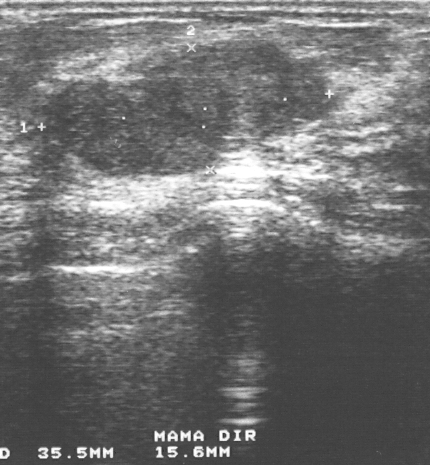
Imaging: breast ultrasound.
Assigned BI-RADS 3. The biopsy result was fibroadenoma; the mass is benign. The mass is benign on biopsy or follow-up.